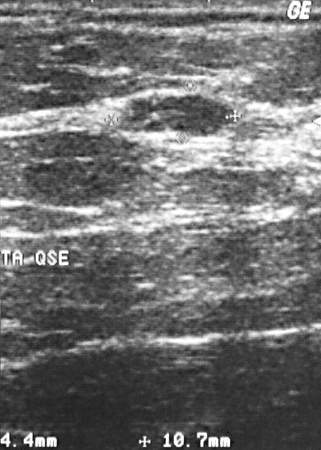
Breast ultrasound.
Mass: benign on biopsy or follow-up. (BI-RADS category 2.)